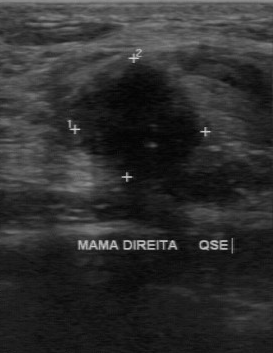
B-mode breast ultrasound.
Original-read BI-RADS category: 4. On a second read by an independent reader: Margin: irregular. Boundary: unclear. Echo pattern: hypoechoic. Calcifications: none. Histopathology: invasive lobular carcinoma (malignant).